B-mode breast ultrasound.
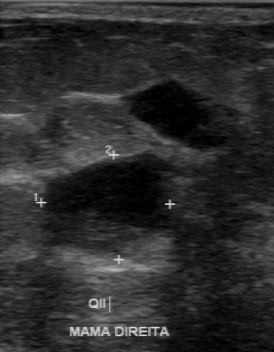
BI-RADS 3 in the original read; on a second read the margin is partially regular, the boundary somewhat unclear and the finding mixed cystic and solid. No calcifications are seen. Pathology confirmed malignant invasive ductal carcinoma.